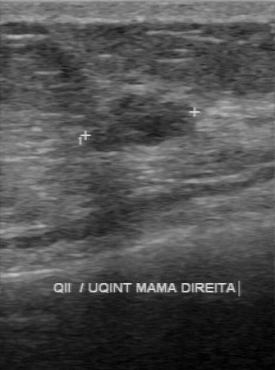
Acquired on GE Logiq 7 @10-14MHz. Breast ultrasound scan.
Original-read BI-RADS category: 4. The following findings are from a second reader, independent of the original assessment. Internally the breast lesion is hypoechoic. There are no calcifications. The margin is regular. Boundary: clear. Biopsy showed sclerosing adenosis, a benign finding.